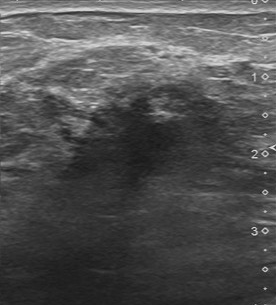
Imaging: B-mode breast ultrasound.
This B-mode breast ultrasound shows a breast lesion with BI-RADS assessment: 5, outcome on biopsy or follow-up: malignant.